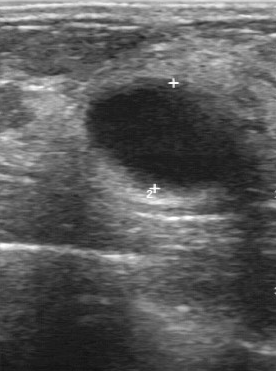
Breast US.
Lesion characteristics:
- BI-RADS: 2